B-mode breast ultrasound.
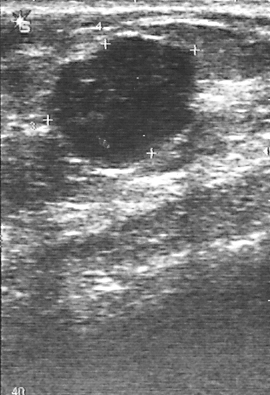
Finding: lesion, benign on biopsy or follow-up.